B-mode breast ultrasound.
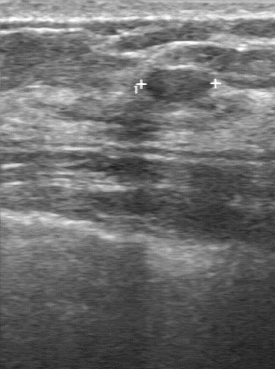
Outcome on biopsy or follow-up: benign. (BI-RADS category 3.)